Breast US.
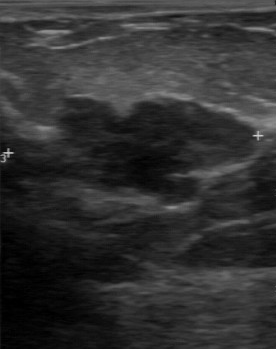
The mass demonstrates BI-RADS category: 4, biopsy result: intraductal papilloma.